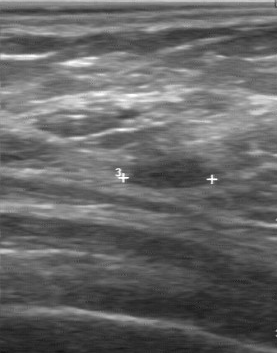
B-mode breast ultrasound.
Biopsy or follow-up result: benign. BI-RADS category: 2. Pathology: lipoma.
OUTCOME ON BIOPSY OR FOLLOW-UP: benign.